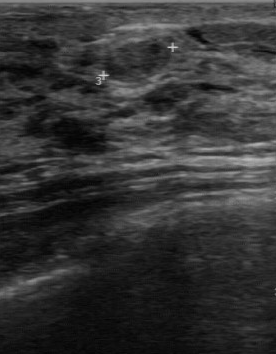
Modality: B-mode breast ultrasound.
Lesion characteristics:
- biopsy result: intraductal papilloma
- BI-RADS assessment: 2
- biopsy or follow-up result: benign